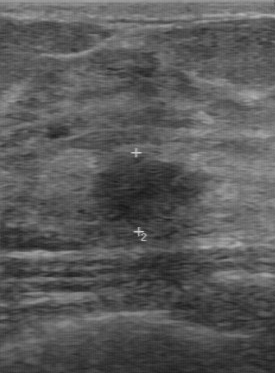
Modality: breast sonogram.
The original reader assigned BI-RADS 4. A second, independent read describes the mass as follows. The mass has a regular margin. Boundary: fairly clear. The mass is hypoechoic. No calcifications are seen. The biopsy result was fibroadenoma; the mass is benign.